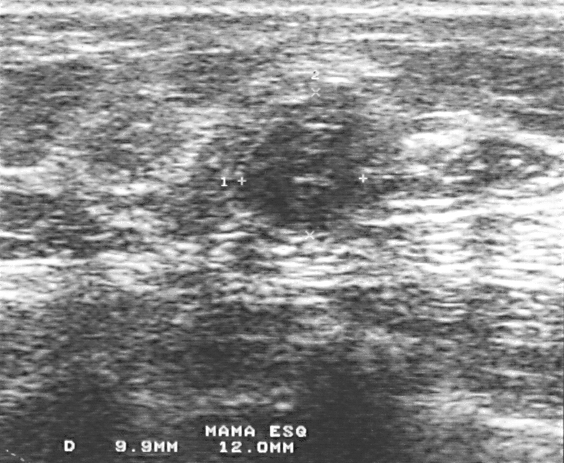
Modality: breast US.
The biopsy result was fibroadenoma; the finding is benign.
Assigned BI-RADS 4.